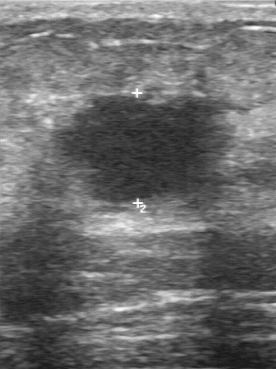
Imaging: B-mode breast ultrasound. Acquired on GE Logiq 7 @10-14MHz.
This B-mode breast ultrasound shows a lesion with BI-RADS on independent re-read: 4B.